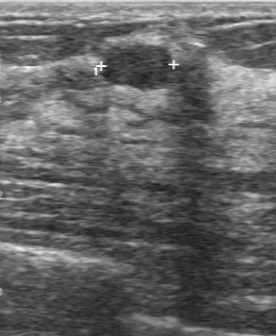
Breast sonogram.
Original-read BI-RADS category: 2. Findings on the second read (an independent reader): a hypoechoic breast lesion, margin regular, boundary clear. Calcifications: none. Biopsy showed fibroadenoma, a benign finding.